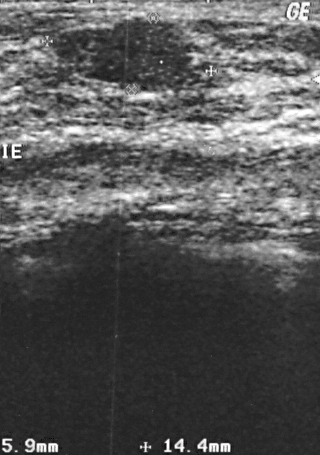
B-mode breast ultrasound.
This B-mode breast ultrasound shows a mass. BI-RADS category 2. Biopsy showed fibroadenoma, a benign finding.